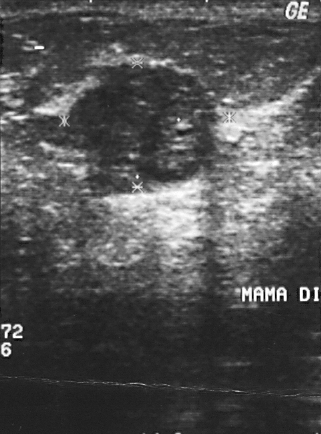
Modality: breast US.
Pixel coordinates (x1, y1, x2, y2): Segment the breast lesion: bounding box (67,68)-(213,181). The breast lesion is benign on biopsy or follow-up.